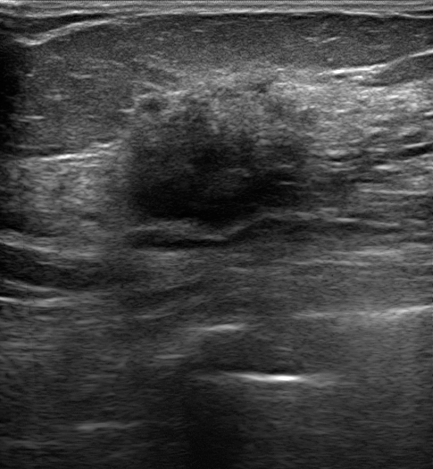
Modality: breast ultrasound image.
It has an irregular shape. The finding has indistinct margins. Echogenicity: hypoechoic. Posterior features: combined. Echogenic halo: present. There are no calcifications. No skin thickening is seen. The finding is malignant on biopsy or follow-up. BI-RADS category 5. Biopsy result: Invasive lobular carcinoma.